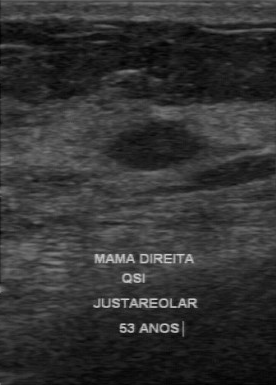
Modality: breast US. Scanner: GE Logiq 7 @10-14MHz.
BI-RADS 3 in the original read. A second reader, independent of the original assessment, describes a hypoechoic finding with a regular margin; the boundary is clear. Biopsy showed fibroadenoma, a benign finding.